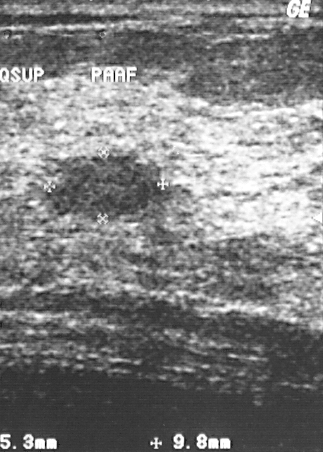
Imaging: breast US. Scanner: GE Logiq 5 @10-12MHz.
FINDINGS: Confirmed outcome (biopsy or follow-up): benign. Histopathology: fibroadenoma. BI-RADS assessment: 2.
OUTCOME ON BIOPSY OR FOLLOW-UP: benign.